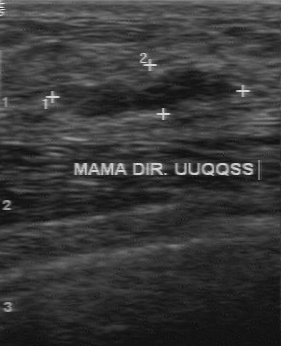
Imaging: B-mode breast ultrasound.
(coordinates in a 281x346 pixel frame) The mass is located within the bounding box [54, 67, 240, 117].